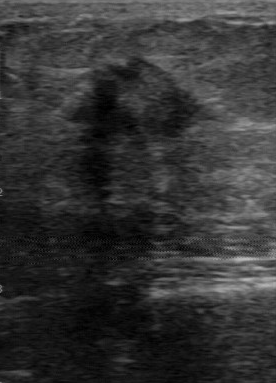
Modality: breast ultrasound scan. Acquired on GE Logiq 7 @10-14MHz.
A lesion is seen with confirmed outcome (biopsy or follow-up): malignant, BI-RADS category: 4, histopathology: invasive ductal carcinoma.